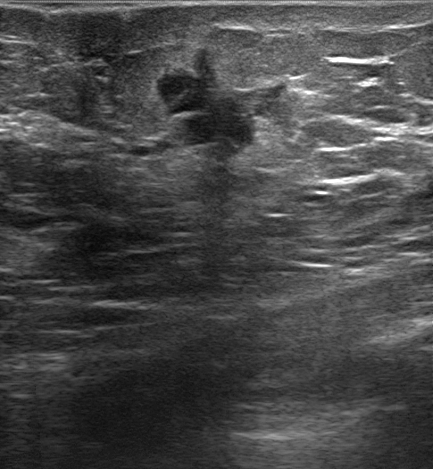
Breast US.
There is an irregular finding that is hypoechoic, with angular and indistinct margins. There is posterior acoustic shadowing. There is an echogenic halo. Skin thickening: present. BI-RADS 5; malignant on biopsy or follow-up. Biopsy result: Invasive carcinoma of no special type (NST).